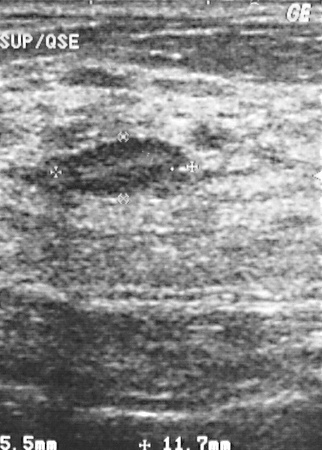
Imaging: breast sonogram. Acquired on GE Logiq 5 @10-12MHz.
The breast lesion is benign on biopsy or follow-up. Histopathology: cyst (benign). BI-RADS assessment: 2.